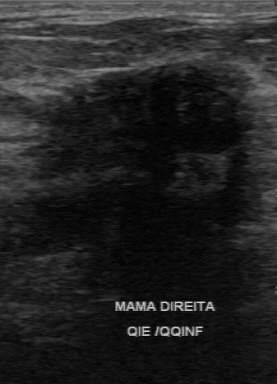
Modality: B-mode breast ultrasound.
The original reader assigned BI-RADS 4. On a second, independent read, a mass with a partially regular margin and a somewhat unclear boundary is seen; it is hypoechoic. No calcifications are seen. Pathology confirmed malignant invasive ductal carcinoma.